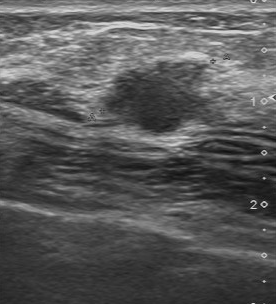
Acquired on Toshiba Aplio 300 @12-14 MHz. Imaging: breast ultrasound.
The original reader assigned BI-RADS 4. Descriptors from an independent second read (not the reader who assigned the category): Margin: partially regular. Boundary: somewhat unclear. Echo pattern: slightly hypoechoic. There are no calcifications. The biopsy result was invasive ductal carcinoma; the lesion is malignant.